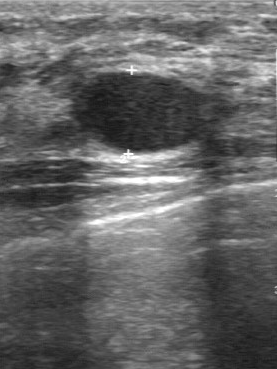
Acquired on GE Logiq 7 @10-14MHz. Modality: breast ultrasound scan.
BI-RADS 2 in the original read.
The following findings are from a second reader, independent of the original assessment.
The margin is regular.
Boundary: clear.
The mass is hypoechoic.
No calcifications are seen.
The biopsy result was cyst; the mass is benign.